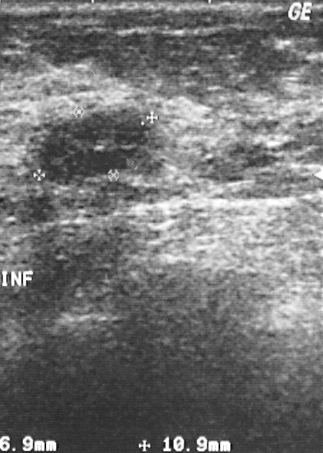
Imaging: breast ultrasound image.
Lesion region of interest: x1=39, y1=106, x2=146, y2=185. The mass is benign on biopsy or follow-up.